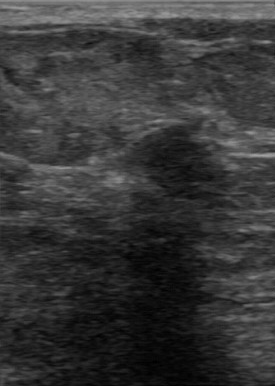
Imaging: breast ultrasound.
Coordinates are pixels in the 275x386 image. Lesion bounding box: top-left (124, 127), bottom-right (214, 198).